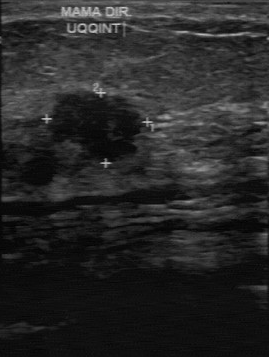
Modality: breast ultrasound scan.
This breast ultrasound scan shows a breast lesion, malignant on biopsy or follow-up.